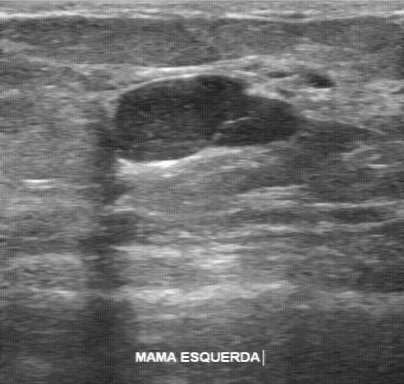
Breast ultrasound scan. Scanner: GE Logiq 7 @10-14MHz.
(coordinates in a 404x384 pixel frame) Segment the finding: bounding box 101 75 306 164. The finding is benign on biopsy or follow-up. BI-RADS 3.